Modality: breast ultrasound.
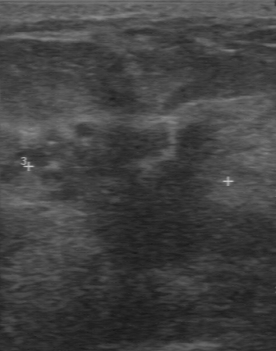
FINDINGS: Breast ultrasound. BI-RADS on independent re-read: 4C. Internal echoes: hypoechoic. Boundary: unclear.